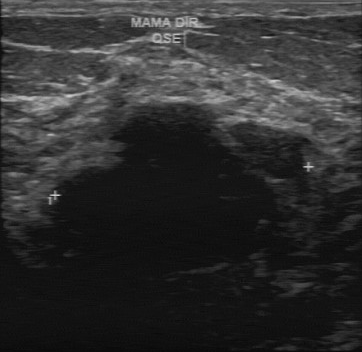
Modality: breast ultrasound image. Acquired on GE Logiq 7 @10-14MHz.
(coordinates in a 362x352 pixel frame) Segment the lesion: bounding box 51 102 302 276.